Breast US.
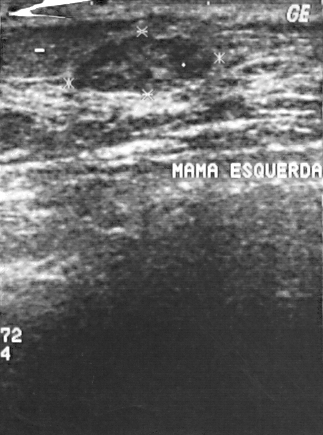
Outcome on biopsy or follow-up: benign. (BI-RADS category 2.)